Breast ultrasound scan.
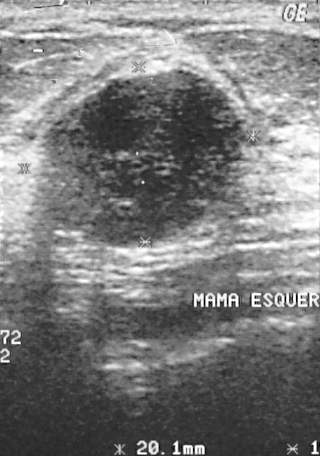
The breast lesion is located within the bounding box top-left (29, 70), bottom-right (252, 248).